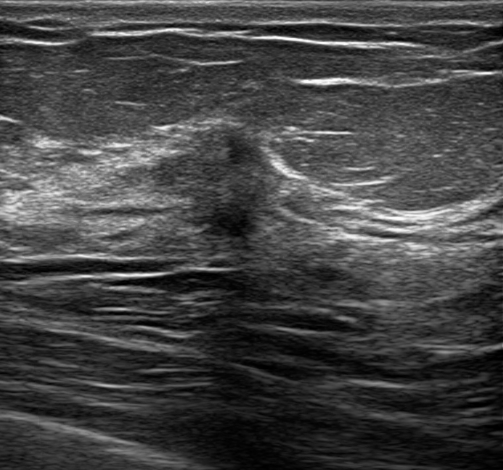
Modality: breast ultrasound image. 48-year-old patient.
There is an irregular breast lesion that is heterogeneous, with margins that are not circumscribed (indistinct). Posterior features: none. No skin thickening is seen. BI-RADS assessment: 4C; biopsy or follow-up result: malignant. Biopsy result: Invasive carcinoma of no special type (NST).